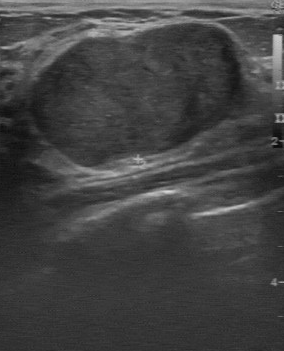
Breast ultrasound image.
The second-reader BI-RADS is 4A. Original BI-RADS: 2. Boundary: clear.